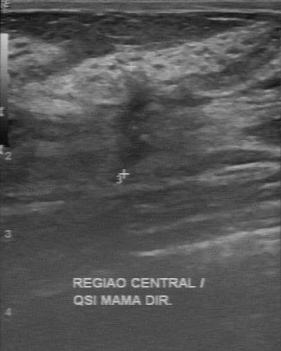
Imaging: breast ultrasound.
Mass: benign on biopsy or follow-up.